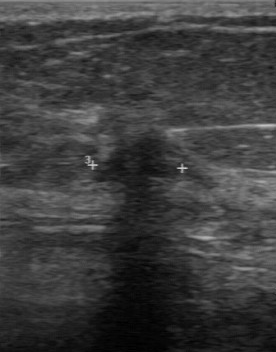
Modality: breast sonogram.
This breast sonogram shows a finding, malignant on biopsy or follow-up.